Imaging: B-mode breast ultrasound.
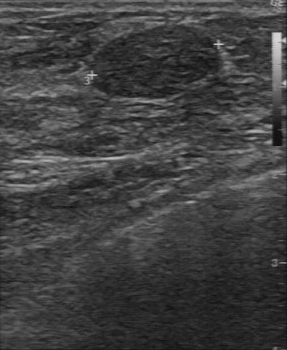
- internal echoes: slightly hypoechoic
- calcifications: none
- BI-RADS (second read): 4A
- outcome on biopsy or follow-up: benign
- boundary: clear